Breast ultrasound image.
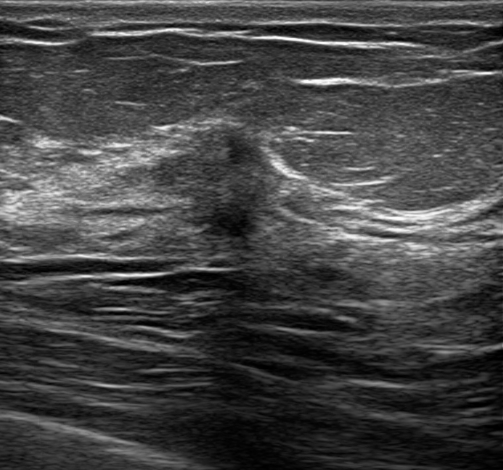
Biopsy or follow-up result: malignant.